Imaging: breast US.
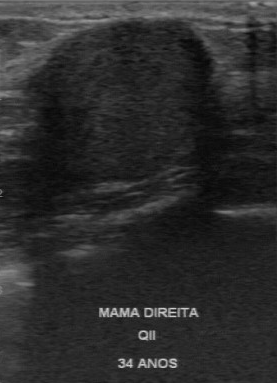
The lesion demonstrates BI-RADS category: 2, pathology: mastitis.